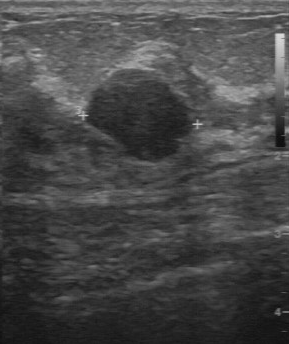
Breast ultrasound.
This breast ultrasound shows a mass with BI-RADS assessment: 4, biopsy result: fibroadenoma.